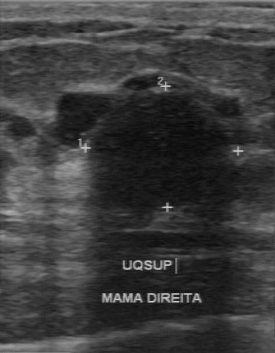
Modality: breast ultrasound scan.
BI-RADS 3 in the original read; on a second read the margin is regular, the boundary clear and the finding hypoechoic. Calcifications: none. Histopathology: cyst (benign).